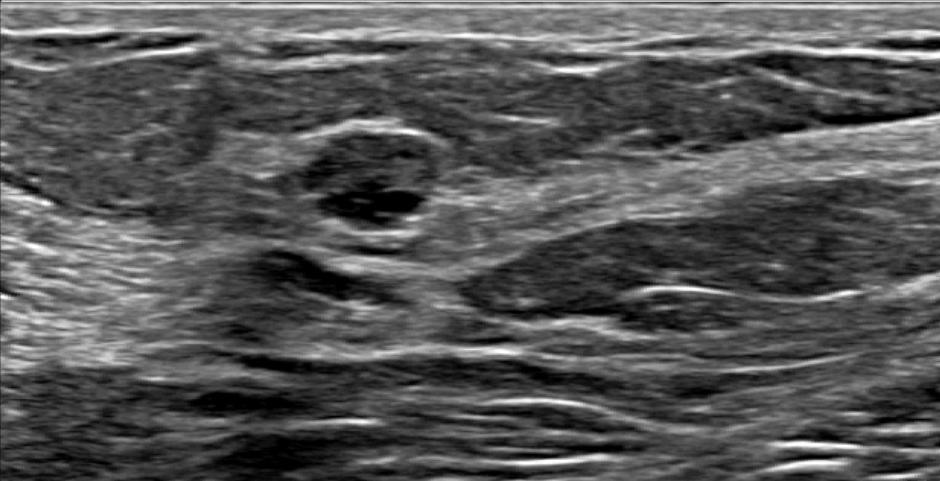
Background tissue composition: homogeneous: fat. Imaging: breast ultrasound image.
- shape: oval
- skin thickening: absent
- echotexture: heterogeneous
- BI-RADS: 4B
- biopsy or follow-up result: benign
- echogenic halo: none
- posterior features: none
- calcifications: none
- borders: circumscribed